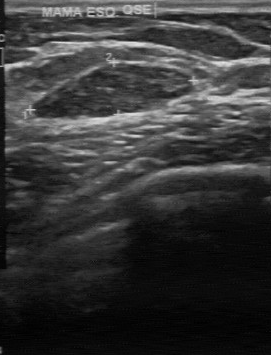
Scanner: GE Logiq 7 @10-14MHz. Breast ultrasound image.
Finding: breast lesion, benign on biopsy or follow-up. BI-RADS 2.